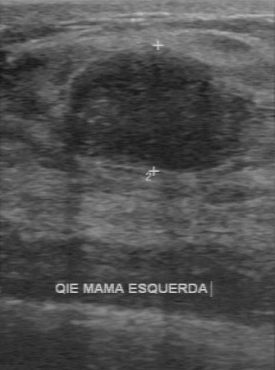
Modality: breast ultrasound.
FINDINGS: Echogenicity: hypoechoic. Calcifications: absent. Lesion margin: regular. Boundary: clear.